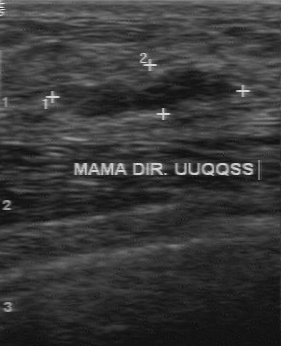
Imaging: breast US.
Echogenicity: hypoechoic. Boundary: clear. Margin: regular. Calcifications: none.
OUTCOME ON BIOPSY OR FOLLOW-UP: benign.